Acquired on GE Logiq 5 @10-12MHz. Modality: B-mode breast ultrasound.
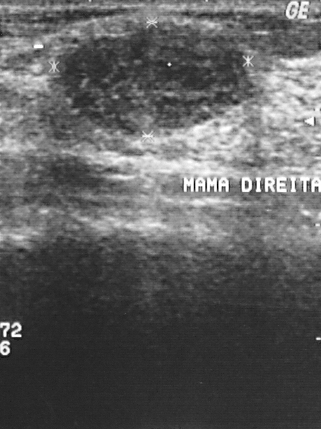
Outcome on biopsy or follow-up: benign. (BI-RADS category 2.)